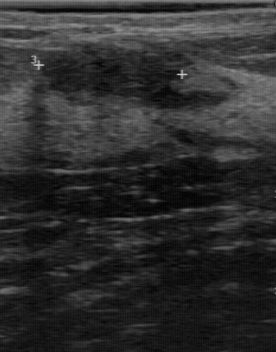
Imaging: breast sonogram.
Original-read BI-RADS category: 2. The following findings are from a second reader, independent of the original assessment. The breast lesion has a regular margin. Its boundary is clear. Calcifications: none. Echo pattern: hypoechoic. Histopathology: fibroadenoma (benign).